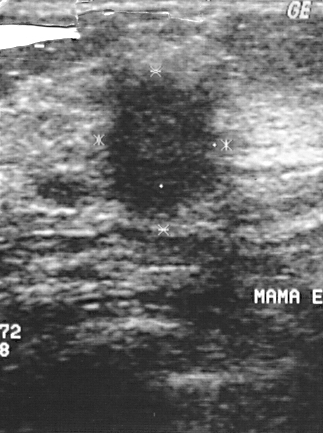
Acquired on GE Logiq 5 @10-12MHz. Imaging: B-mode breast ultrasound.
Outcome on biopsy or follow-up: malignant. BI-RADS 4.